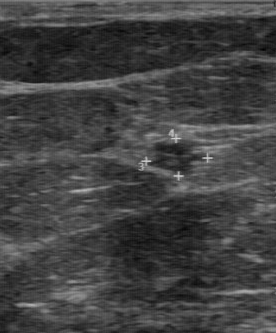
Breast ultrasound.
This breast ultrasound shows a mass, benign on biopsy or follow-up. BI-RADS 4.